Modality: breast ultrasound.
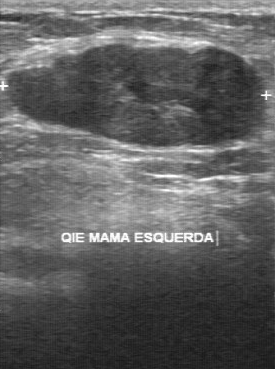
Internal echoes are hypoechoic. There are no calcifications. Boundary: fairly clear. The contour is partially regular.